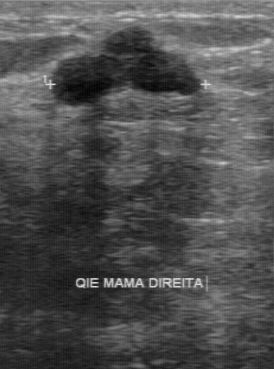
Breast sonogram.
FINDINGS: Breast sonogram. Calcifications: absent. BI-RADS (first reader): 3. Independent BI-RADS assessment: 3. Lesion boundary: clear.
OUTCOME ON BIOPSY OR FOLLOW-UP: benign.